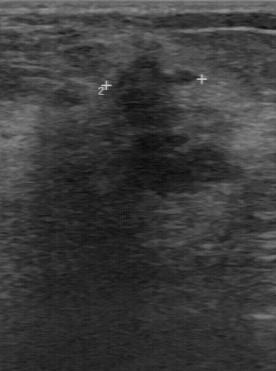
Acquired on GE Logiq 7 @10-14MHz. Modality: B-mode breast ultrasound.
BI-RADS 4 in the original read; on a second read the margin is irregular, the boundary unclear and the mass slightly hypoechoic. Calcifications: none. Pathology confirmed malignant invasive ductal carcinoma.